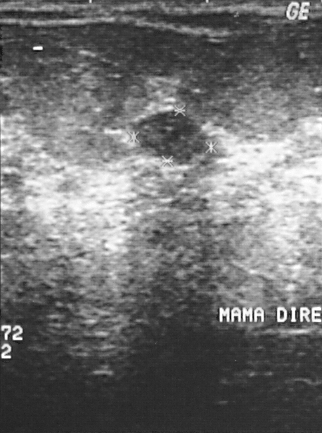
Imaging: B-mode breast ultrasound.
A finding is seen. It was assessed as BI-RADS 2. The biopsy result was fibroadenoma; the finding is benign.